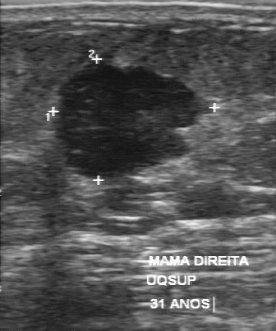
Imaging: breast ultrasound image. Acquired on GE Logiq 7 @10-14MHz.
FINDINGS: Outcome on biopsy or follow-up: malignant. Biopsy result: invasive ductal carcinoma. BI-RADS category: 4.
OUTCOME ON BIOPSY OR FOLLOW-UP: malignant.